Imaging: breast ultrasound scan.
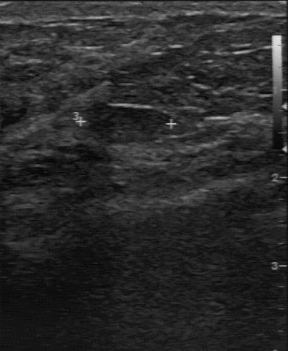
BI-RADS 3 in the original read. On a second read by an independent reader: The breast lesion has a regular margin. There are no calcifications. The lesion boundary is clear. The breast lesion is slightly hypoechoic. Histopathology: cyst (benign).